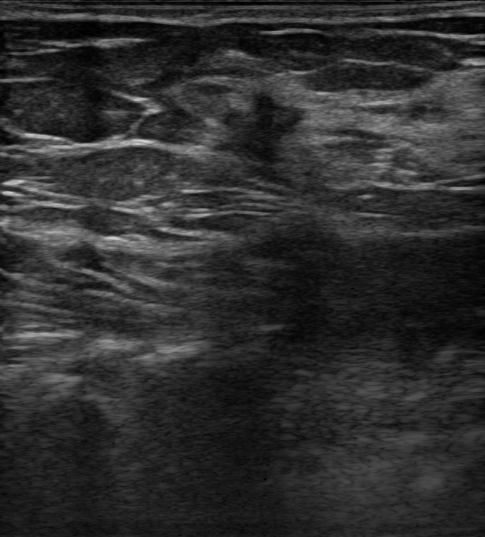
Breast sonogram. 62-year-old patient. Background echotexture is homogeneous: fat.
Finding: mass, malignant on biopsy or follow-up. BI-RADS 5.